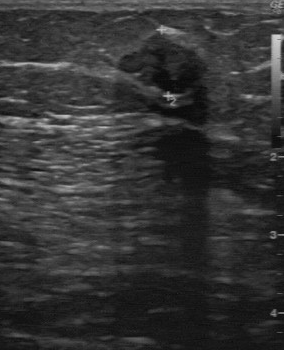
Acquired on GE Logiq 7 @10-14MHz. Breast ultrasound scan.
Original-read BI-RADS category: 2.
A second, independent read describes the mass as follows.
Margin: partially regular.
Boundary: fairly clear.
Echo pattern: slightly hypoechoic.
No calcifications are seen.
The biopsy result was fibroadenoma; the mass is benign.